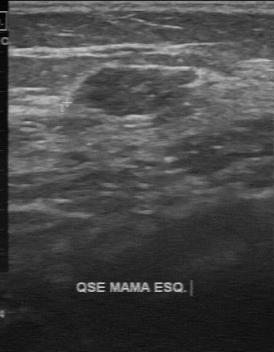
Breast ultrasound.
There are no calcifications. Lesion margin is partially regular. Internal echoes: slightly hypoechoic. The boundary is fairly clear.